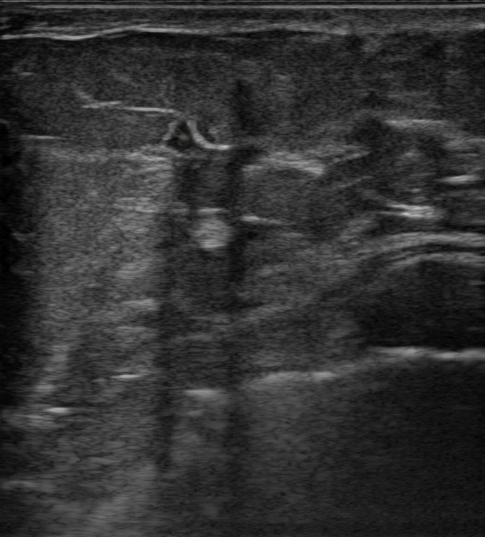
Modality: breast US.
An irregular, hypoechoic mass with margins that are not circumscribed (spiculated) is seen. There are no posterior acoustic features. BI-RADS 4C; malignant on biopsy or follow-up. Biopsy result: Invasive carcinoma of no special type (NST).